Breast US.
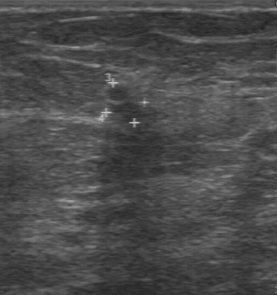
Finding: lesion, malignant on biopsy or follow-up. (BI-RADS category 3.)